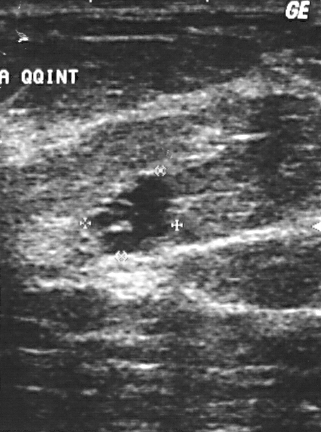
Modality: breast ultrasound scan.
Breast ultrasound scan findings:
- outcome on biopsy or follow-up: benign
- BI-RADS category: 3